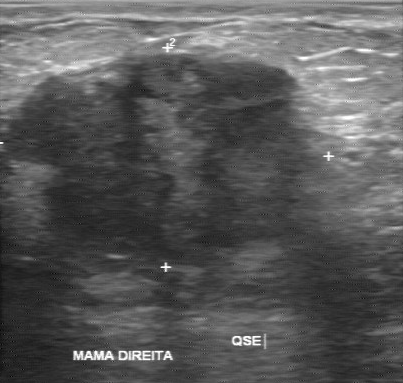
Breast US. Acquired on GE Logiq 7 @10-14MHz.
The mass demonstrates unclear boundary, calcifications: absent, biopsy result: invasive ductal carcinoma, irregular margin, confirmed outcome (biopsy or follow-up): malignant, hypoechoic echo pattern.